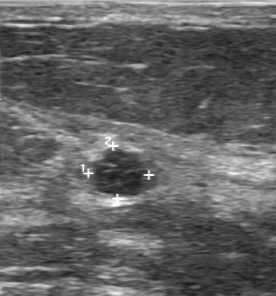
Breast US.
The biopsy or follow-up result is benign. The BI-RADS category is 3. Biopsy result is fibroadenoma.